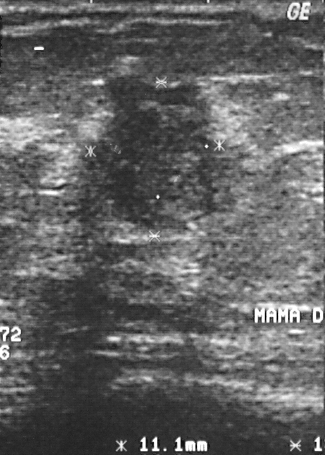
Breast ultrasound scan.
The finding is malignant on biopsy or follow-up. Assigned BI-RADS 4. The biopsy result was invasive ductal carcinoma; the finding is malignant.